Imaging: breast sonogram.
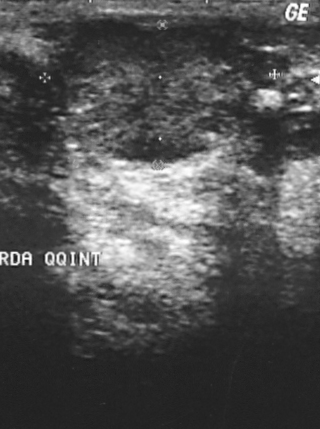
This breast sonogram shows a breast lesion, malignant on biopsy or follow-up. (BI-RADS category 4.)